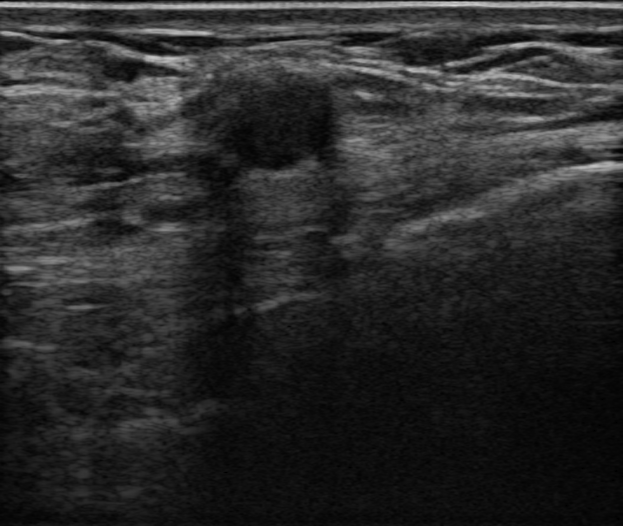
Modality: breast ultrasound image. Background tissue composition: homogeneous: fibroglandular.
Findings: an oval breast lesion of hypoechoic echotexture with circumscribed margins. There is posterior acoustic shadowing. Skin thickening: none. BI-RADS 4A; outcome on biopsy or follow-up: benign. Biopsy result: Usual ductal hyperplasia (UDH).